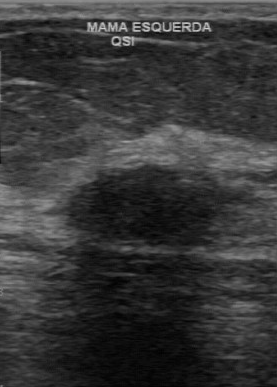
Imaging: breast US.
A lesion is seen with regular lesion margin, calcifications: none, confirmed outcome (biopsy or follow-up): benign, clear lesion boundary, hypoechoic echo pattern.